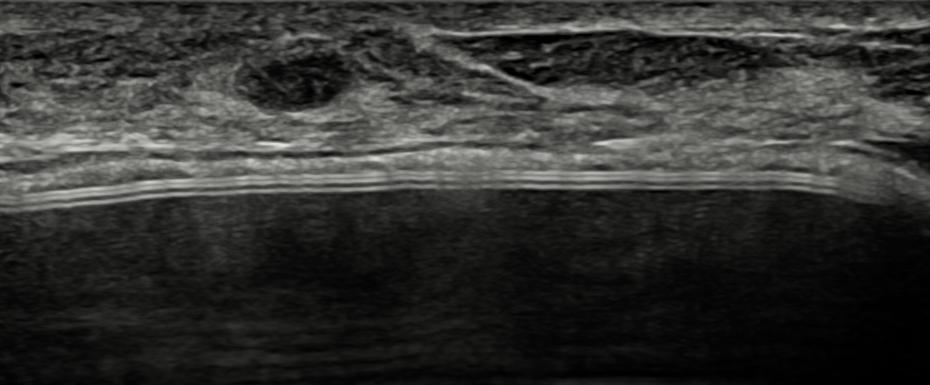
Background echotexture is heterogeneous: predominantly fibroglandular. Breast ultrasound.
Its echo pattern is hypoechoic.
The finding has a circumscribed margin.
There is no skin thickening.
There is no echogenic halo.
No calcifications are seen.
It has an oval shape.
Posterior features: none.
Radiologic interpretation: Cyst filled with thick fluid; Fibroadenoma; Silicone implant.
Biopsy or follow-up result: benign.
The finding was confirmed by follow-up care.
BI-RADS assessment: 3.